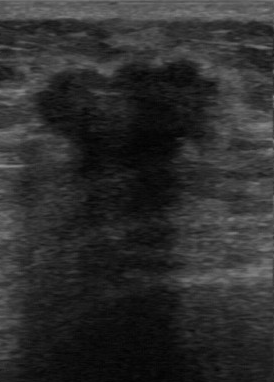
Breast ultrasound scan. Acquired on GE Logiq 7 @10-14MHz.
BI-RADS: 4.